Imaging: breast sonogram. Age 62.
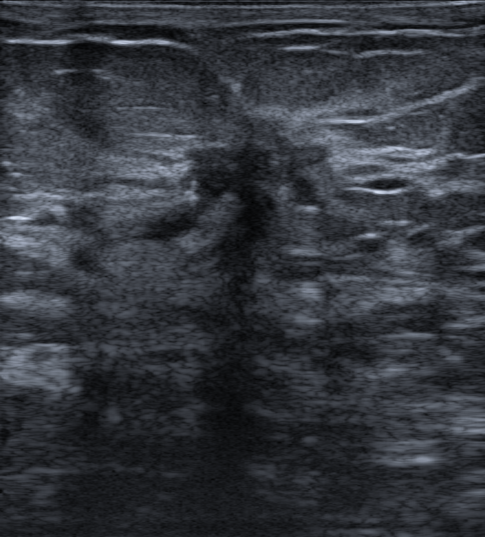
Biopsy or follow-up result: malignant. BI-RADS 5.